Imaging: breast ultrasound image.
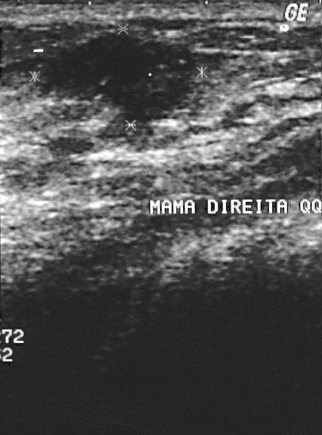
BI-RADS category 3. The biopsy result was invasive ductal carcinoma; the breast lesion is malignant.